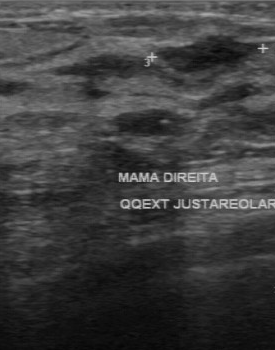
Imaging: B-mode breast ultrasound.
This B-mode breast ultrasound shows a finding with BI-RADS assessment: 3.